Acquired on GE Logiq 5 @10-12MHz. B-mode breast ultrasound.
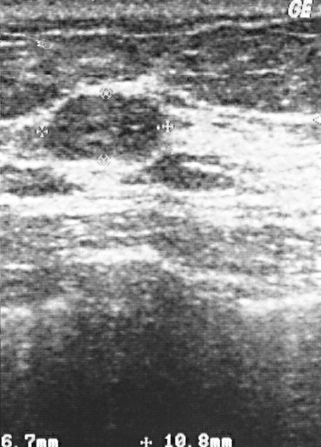
Coordinates are pixels in the 321x447 image. The breast lesion occupies approximately x1=47, y1=92, x2=161, y2=158.